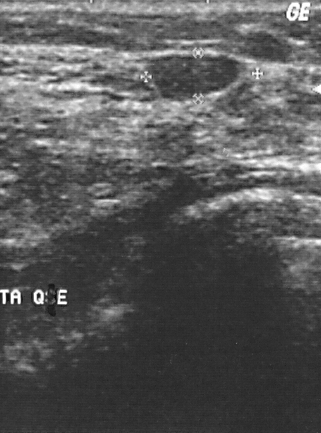
Imaging: breast ultrasound.
(coordinates in a 321x433 pixel frame) Segment the mass: bounding box top-left (149, 56), bottom-right (237, 101). The mass is benign on biopsy or follow-up.